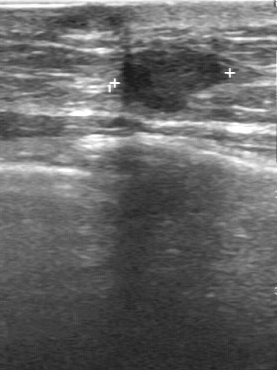
Acquired on GE Logiq 7 @10-14MHz. Imaging: B-mode breast ultrasound.
A mass is seen with hypoechoic echo pattern, calcifications: none, biopsy or follow-up result: malignant, second-reader BI-RADS: 4A, somewhat unclear boundary, partially regular contour.